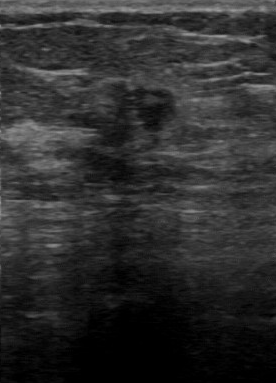
Breast sonogram. Scanner: GE Logiq 7 @10-14MHz.
Histopathology is invasive ductal carcinoma. Calcifications are absent. The boundary is somewhat unclear. The second-reader BI-RADS is 3. Confirmed outcome (biopsy or follow-up): malignant.